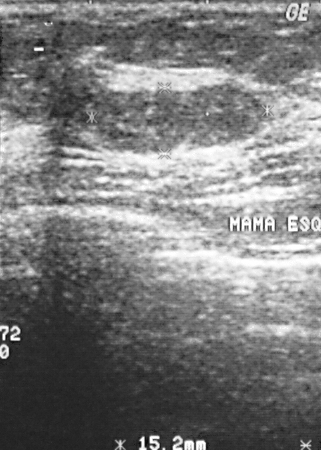
Modality: breast ultrasound scan.
(coordinates in a 321x450 pixel frame) The mass occupies approximately (94,83)-(264,153). BI-RADS 2.